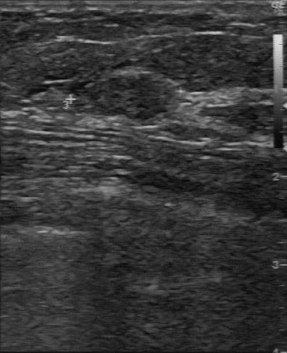
Imaging: breast sonogram. Scanner: GE Logiq 7 @10-14MHz.
Breast sonogram findings:
- boundary: clear
- independent BI-RADS assessment: 3
- internal echoes: slightly hypoechoic
- histopathology: invasive ductal carcinoma
- biopsy or follow-up result: malignant